Modality: breast sonogram.
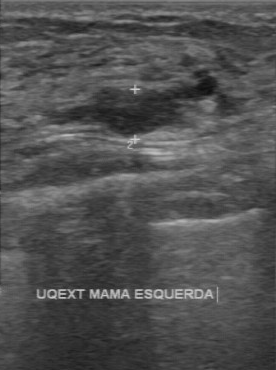
Finding: breast lesion, benign on biopsy or follow-up.